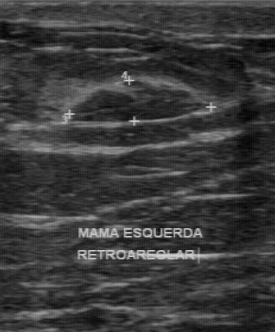
Acquired on GE Logiq 7 @10-14MHz. Breast ultrasound image.
BI-RADS 3 in the original read. A second reader, independent of the original assessment, describes a hypoechoic mass with a regular margin; the boundary is clear. There are no calcifications. Pathology confirmed benign fibroadenoma.